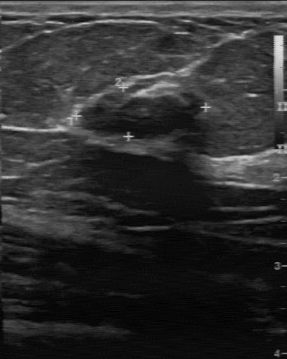
Breast ultrasound scan.
BI-RADS 4 in the original read.
On a second read by an independent reader:
Its boundary is fairly clear.
There are no calcifications.
Margin: regular.
The lesion is hypoechoic.
Histopathology: fibroadenoma (benign).